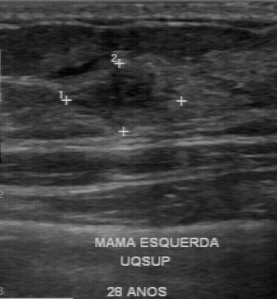
Acquired on GE Logiq 7 @10-14MHz. Imaging: breast sonogram.
(coordinates in a 277x299 pixel frame) Lesion region of interest: top-left (71, 64), bottom-right (174, 128). The mass is benign on biopsy or follow-up.